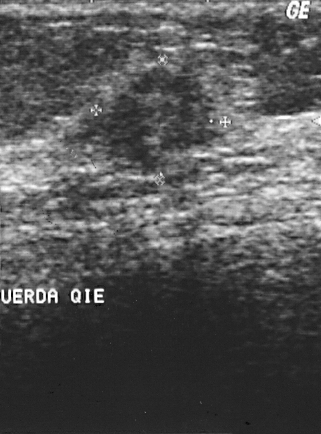
Breast ultrasound.
Pixel coordinates (x1, y1, x2, y2): The lesion is located within the bounding box (77, 65) to (223, 179). The lesion is malignant on biopsy or follow-up.